Modality: breast US.
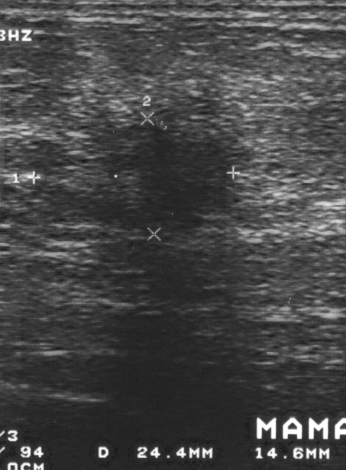
The biopsy result was invasive ductal carcinoma. Assigned BI-RADS 4. Outcome on biopsy or follow-up: malignant.